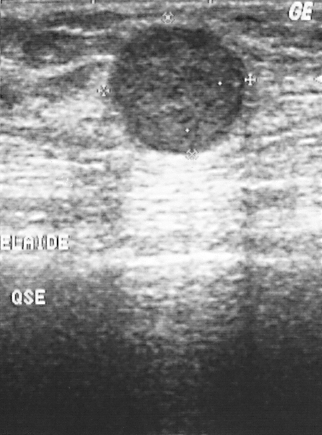
Breast US. Scanner: GE Logiq 5 @10-12MHz.
This breast US shows a breast lesion. It was assessed as BI-RADS 2. The biopsy result was invasive ductal carcinoma; the breast lesion is malignant.